Modality: breast ultrasound.
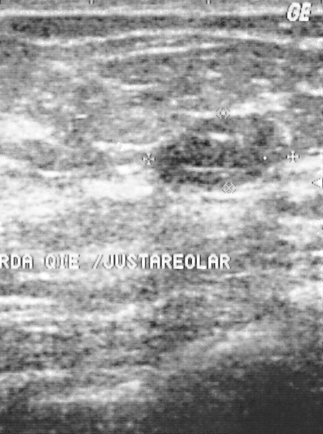
BI-RADS category 2. The biopsy result was fibroadenoma. The mass is benign on biopsy or follow-up.